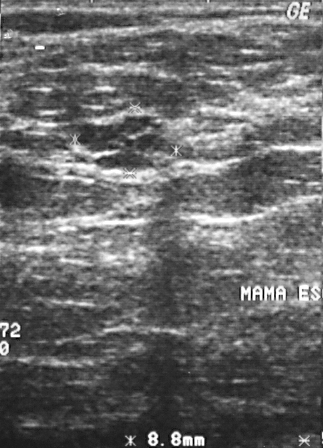
Modality: breast sonogram.
Breast lesion: benign on biopsy or follow-up.